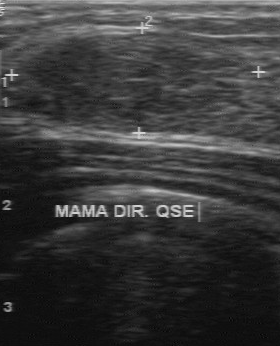
Breast sonogram.
The echogenicity is hypoechoic. BI-RADS (second read): 3. The boundary is clear. BI-RADS (first reader): 3.